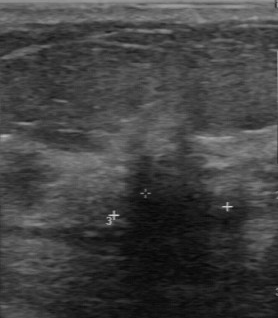
Breast ultrasound scan.
FINDINGS: Calcifications: none. BI-RADS (second read): 5. Original BI-RADS: 4. Outcome on biopsy or follow-up: malignant. Margin: irregular.
OUTCOME ON BIOPSY OR FOLLOW-UP: malignant.